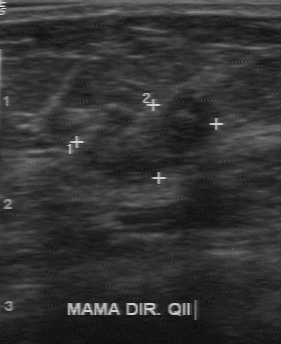
Acquired on GE Logiq 7 @10-14MHz. Modality: B-mode breast ultrasound.
Coordinates are pixels in the 281x344 image. The breast lesion is located within the bounding box (73, 90) to (221, 185). The breast lesion is malignant on biopsy or follow-up.